Scanner: GE Logiq 7 @10-14MHz. Imaging: B-mode breast ultrasound.
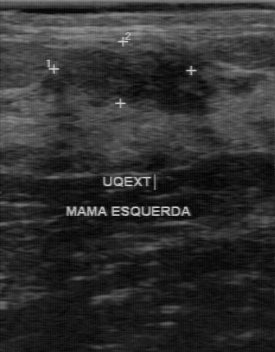
BI-RADS 2 in the original read. A second reader, independent of the original assessment, describes a hypoechoic lesion with a regular margin; the boundary is fairly clear. Histopathology: fibroadenoma (benign).